Imaging: B-mode breast ultrasound. Acquired on GE Logiq 7 @10-14MHz.
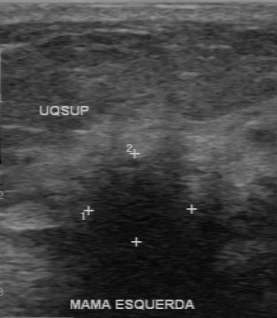
Lesion characteristics:
- margin: irregular
- internal echoes: hypoechoic
- confirmed outcome (biopsy or follow-up): malignant
- histopathology: invasive ductal carcinoma
- boundary: unclear
- calcifications: none